Breast US.
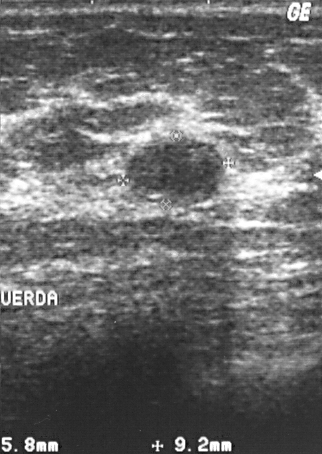
Lesion characteristics:
- pathology: fibrocystic changes
- biopsy or follow-up result: benign
- BI-RADS: 2